Breast ultrasound.
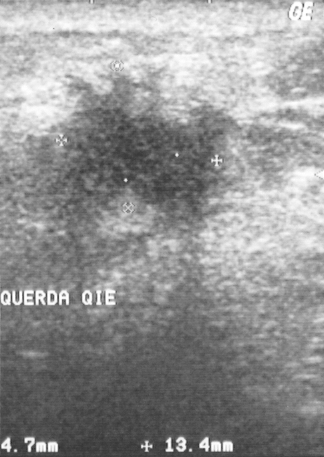
Coordinates are pixels in the 324x457 image. The lesion occupies approximately (62,72)-(244,215). The lesion is malignant on biopsy or follow-up. BI-RADS 4.